Modality: breast ultrasound scan.
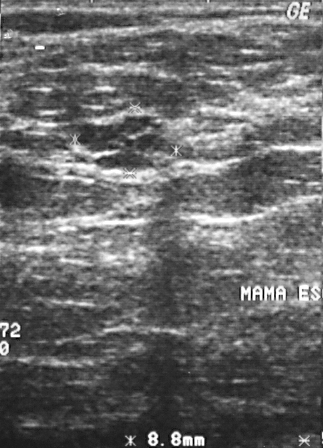
A finding is present on this breast ultrasound scan. It was assessed as BI-RADS 3. Pathology confirmed benign cyst.